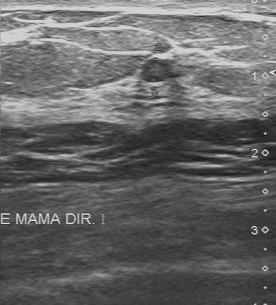
Scanner: Toshiba Aplio 300 @12-14 MHz. Modality: B-mode breast ultrasound.
FINDINGS: B-mode breast ultrasound. BI-RADS (second read): 2.